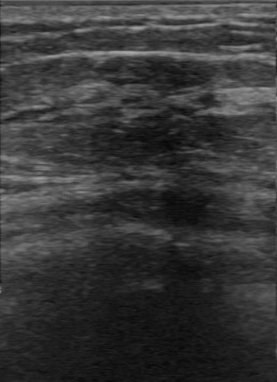
Modality: breast US.
Calcifications: absent. Outcome on biopsy or follow-up: benign. Boundary: fairly clear. Original BI-RADS: 3. Echo pattern: slightly hypoechoic. Independent BI-RADS assessment: 3.